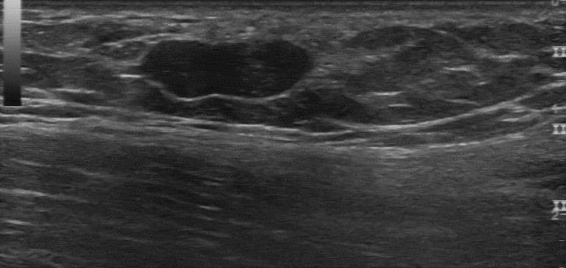
Scanner: GE Logiq 7 @10-14MHz. Imaging: breast US.
FINDINGS: Breast US. Contour: regular. Outcome on biopsy or follow-up: benign. Independent BI-RADS assessment: 3. BI-RADS (first reader): 2.
OUTCOME ON BIOPSY OR FOLLOW-UP: benign.